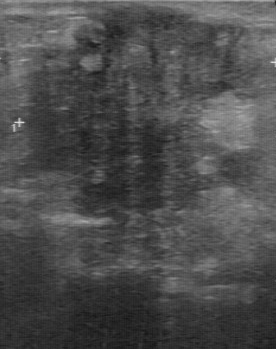
B-mode breast ultrasound.
Pixel coordinates (x1, y1, x2, y2): The lesion occupies approximately top-left (18, 5), bottom-right (275, 224).